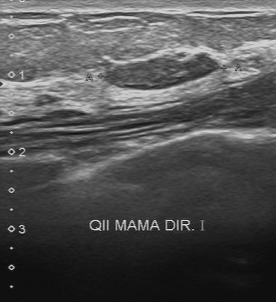
Modality: B-mode breast ultrasound.
The original reader assigned BI-RADS 3. Descriptors from an independent second read (not the reader who assigned the category): Boundary: clear. Echo pattern: slightly hypoechoic. Calcifications: none. The margin is regular. The biopsy result was fibroadenoma; the breast lesion is benign.